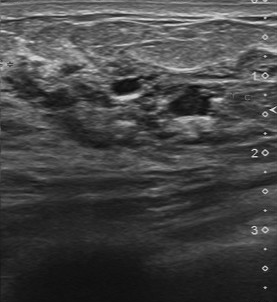
Modality: breast ultrasound.
- internal echoes: mixed cystic and solid
- lesion boundary: somewhat unclear
- calcifications: none
- contour: partially regular